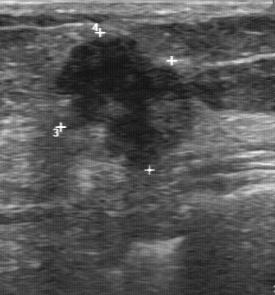
Modality: B-mode breast ultrasound.
Coordinates are pixels in the 275x295 image. Lesion region of interest: 50 35 197 172. The mass is malignant on biopsy or follow-up.